Imaging: breast ultrasound.
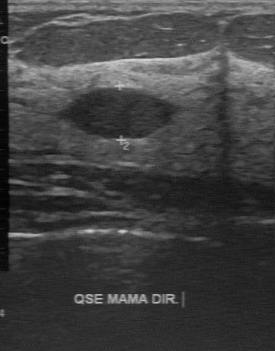
Finding: breast lesion, benign on biopsy or follow-up. BI-RADS 2.